Breast sonogram. Acquired on GE Logiq 5 @10-12MHz.
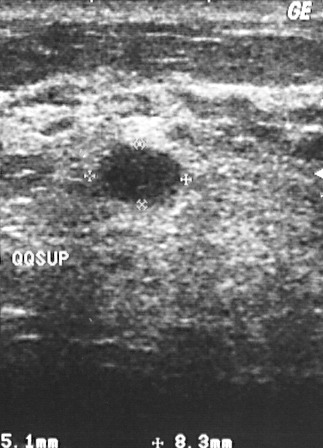
A mass is seen. BI-RADS category 2. Histopathology: fibroadenoma (benign).